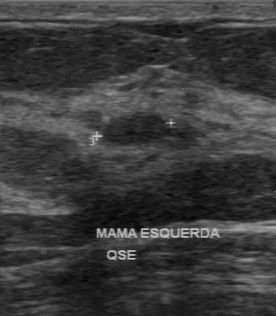
Imaging: breast ultrasound image.
Outcome on biopsy or follow-up: benign. Pathology: fibroadenoma. BI-RADS: 2.
OUTCOME ON BIOPSY OR FOLLOW-UP: benign.